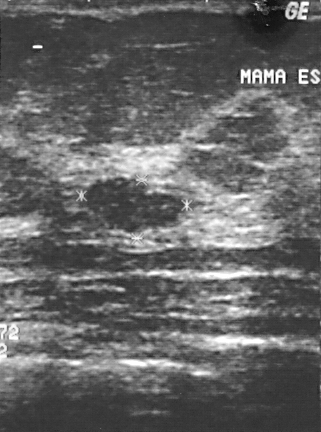
Modality: breast ultrasound scan. Scanner: GE Logiq 5 @10-12MHz.
A finding is present on this breast ultrasound scan. Assessment: BI-RADS 2. Pathology confirmed benign fibroadenoma.